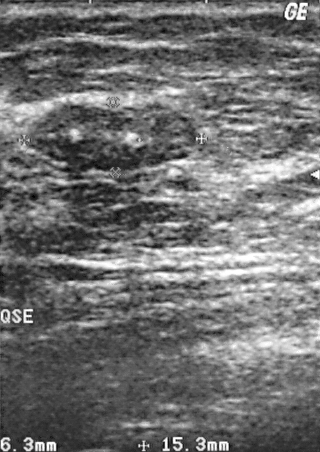
Scanner: GE Logiq 5 @10-12MHz. Breast ultrasound scan.
The finding is benign on biopsy or follow-up.